Modality: breast ultrasound scan.
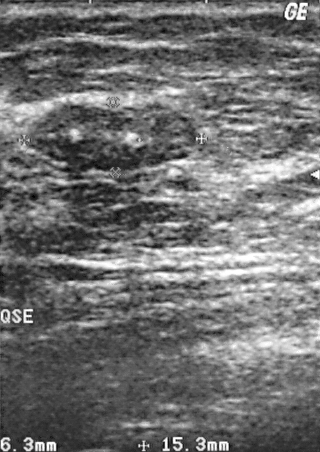
Biopsy showed fibroadenoma, a benign finding.
Assigned BI-RADS 2.